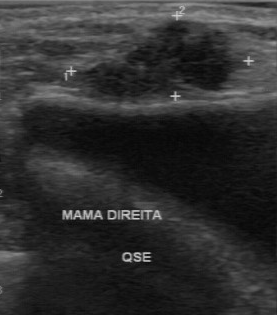
Imaging: breast ultrasound scan. Scanner: GE Logiq 7 @10-14MHz.
Pixel coordinates (x1, y1, x2, y2): The mass occupies approximately (60, 19) to (246, 102).